Modality: breast ultrasound.
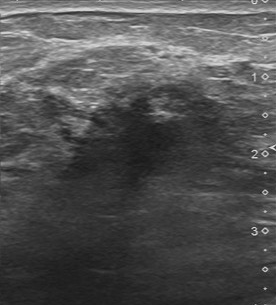
Lesion characteristics:
- contour: irregular
- echogenicity: hypoechoic
- calcifications: suspected
- lesion boundary: unclear